Modality: breast ultrasound scan.
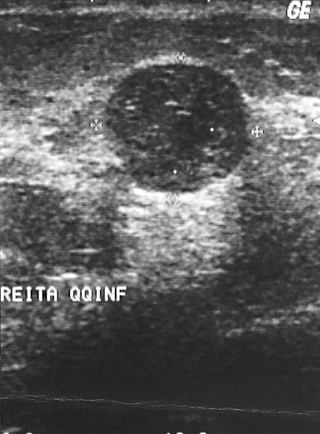
A mass is seen. Assessment: BI-RADS 2. Histopathology: fibroadenoma (benign).